Scanner: GE Logiq 5 @10-12MHz. Modality: breast US.
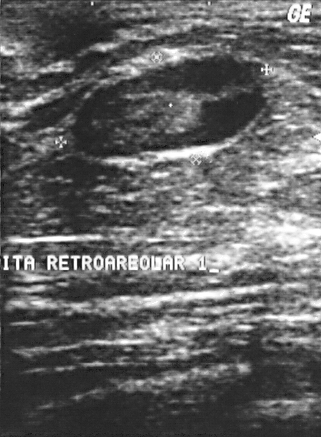
A lesion is seen. BI-RADS category 4. Biopsy showed fat necrosis, a benign finding.